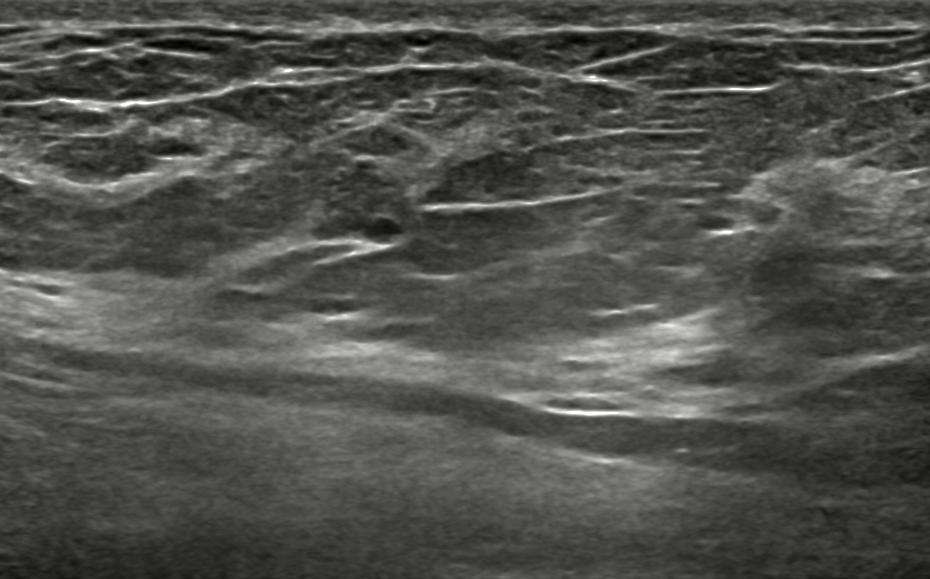
57-year-old patient. Modality: breast ultrasound scan.
The mass is benign on biopsy or follow-up.